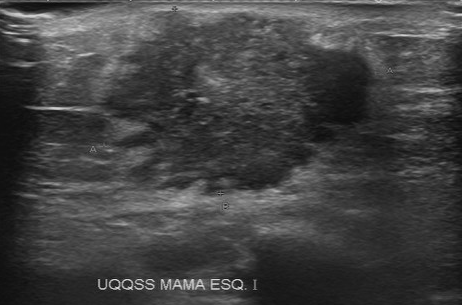
Imaging: breast US.
The lesion is malignant on biopsy or follow-up.